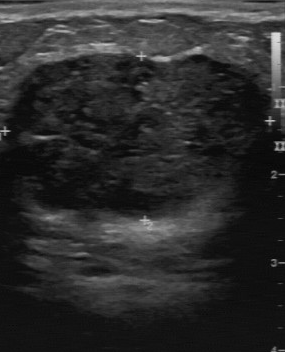
Imaging: breast US. Acquired on GE Logiq 7 @10-14MHz.
Coordinates are pixels in the 285x352 image. Lesion region of interest: (6,52)-(274,217).